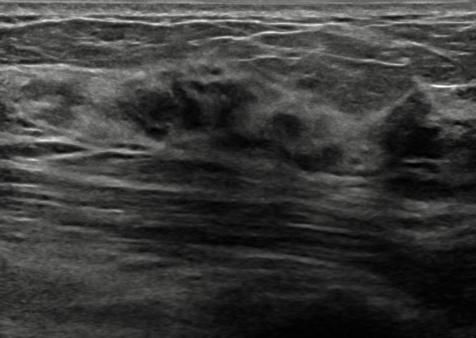
B-mode breast ultrasound.
Shape: irregular.
No posterior acoustic features are seen.
Calcifications: none.
Echogenic halo: absent.
Margin: not circumscribed, microlobulated.
Its echo pattern is hypoechoic.
No skin thickening is seen.
Radiologist's impression: Suspicion of malignancy; Dysplasia.
BI-RADS category 4B.
Biopsy or follow-up result: benign.